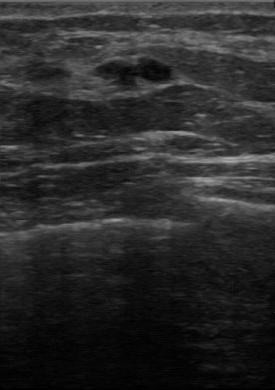
Imaging: breast ultrasound scan.
FINDINGS: Echogenicity: hypoechoic. Calcifications: none. Contour: partially regular. Boundary: fairly clear. Confirmed outcome (biopsy or follow-up): benign.